Breast ultrasound.
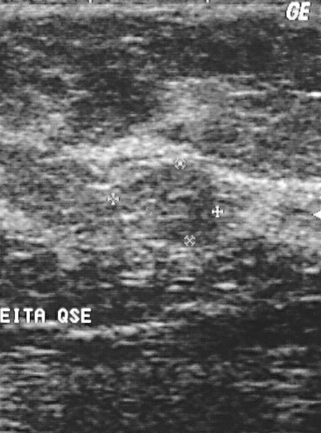
Lesion characteristics:
- BI-RADS category: 2
- biopsy result: fibroadenoma